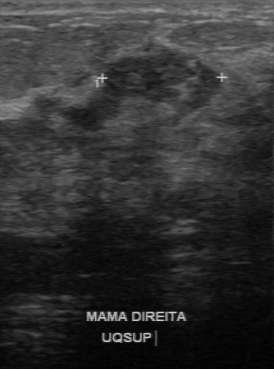
Imaging: breast US.
FINDINGS: Lesion boundary: unclear. Echo pattern: heterogeneous. Calcifications: absent. Margin: irregular.